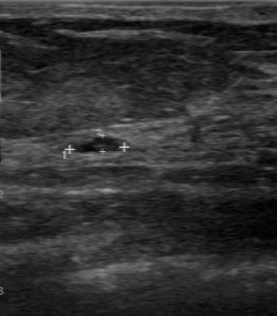
Modality: breast US. Scanner: GE Logiq 7 @10-14MHz.
The breast lesion was categorized BI-RADS 2 in the original read. Findings on the second read (an independent reader): a hypoechoic breast lesion, margin regular, boundary clear. Biopsy showed cyst, a benign finding.